Acquired on GE Logiq 7 @10-14MHz. Modality: breast ultrasound image.
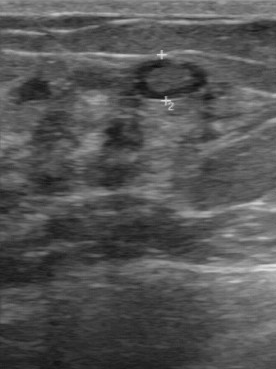
This breast ultrasound image shows a mass, benign on biopsy or follow-up. (BI-RADS category 2.)